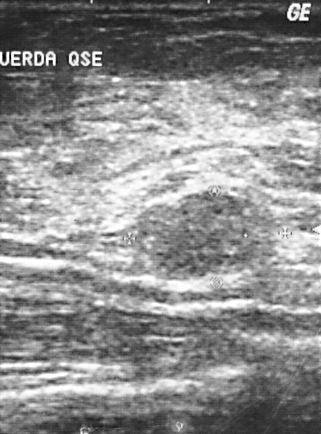
Modality: breast ultrasound scan.
This breast ultrasound scan shows a lesion with outcome on biopsy or follow-up: benign, BI-RADS: 4, histopathology: fibrocystic changes.